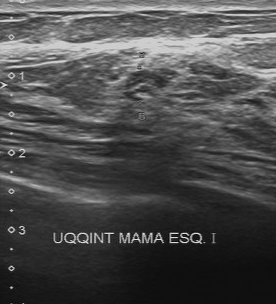
Imaging: breast US. Scanner: Toshiba Aplio 300 @12-14 MHz.
BI-RADS 4 in the original read; on a second read the margin is regular, the boundary clear and the breast lesion slightly hypoechoic. Biopsy showed hyperplasia, a benign finding.